Imaging: breast ultrasound scan.
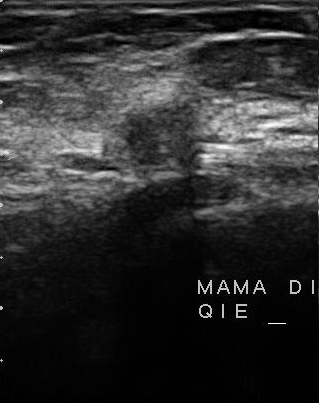
Lesion margin: partially regular. The outcome on biopsy or follow-up is malignant. The boundary is somewhat unclear. Internal echoes are slightly hypoechoic. There are no calcifications.